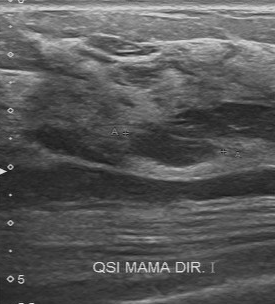
Modality: breast US.
BI-RADS 3 in the original read; on a second read the margin is regular, the boundary fairly clear and the mass slightly hypoechoic. Histopathology: fibroadenoma (benign).